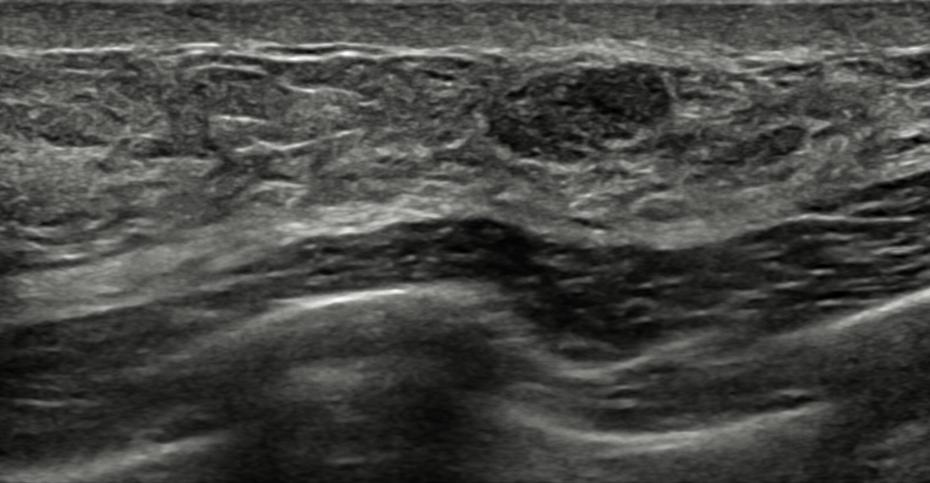
Imaging: B-mode breast ultrasound. Patient age: 43.
The lesion is oval and complex cystic and solid; its margin is circumscribed. There is posterior acoustic enhancement. Calcifications: in a mass. BI-RADS 4A; benign on biopsy or follow-up. Differential on reading: Dysplasia; Fibroadenoma. Biopsy result: Fibroadenoma.